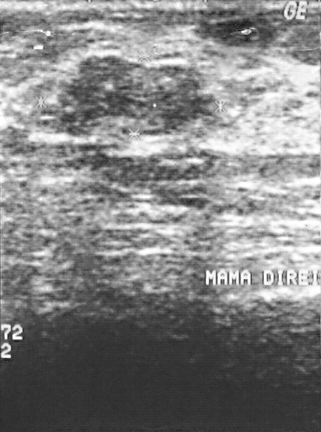
Imaging: B-mode breast ultrasound.
A finding is seen. BI-RADS category 3. Histopathology: fibrocystic changes (benign).